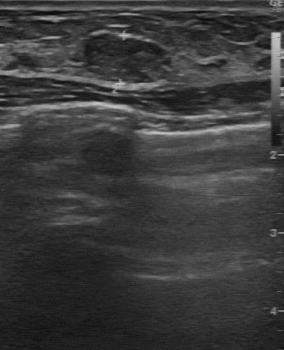
Acquired on GE Logiq 7 @10-14MHz. Breast ultrasound scan.
Lesion characteristics:
- BI-RADS on independent re-read: 3
- histopathology: fibroadenoma